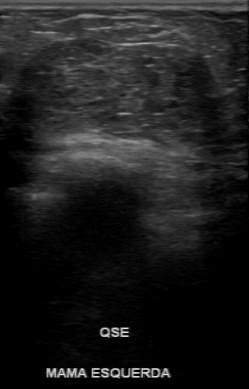
Breast ultrasound image.
Lesion region of interest: x1=25, y1=40, x2=231, y2=144. BI-RADS 4.